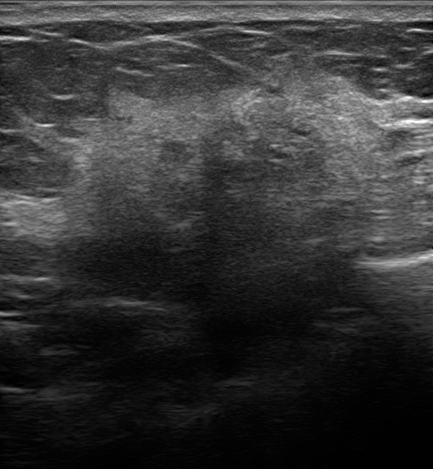
Modality: breast sonogram. 78-year-old patient.
Coordinates are pixels in the 433x469 image. The finding is located within the bounding box (86, 107) to (384, 267). The finding is malignant on biopsy or follow-up.